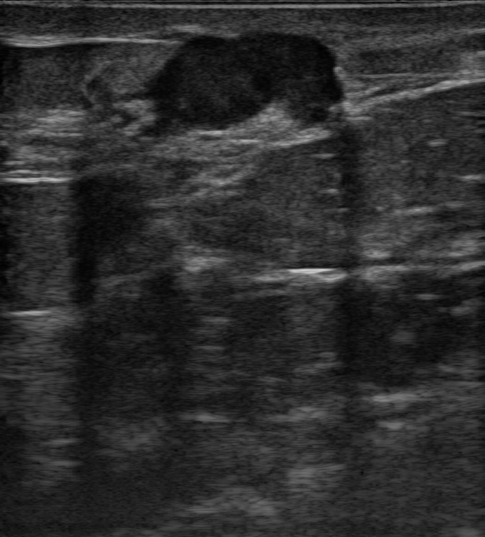
Imaging: breast ultrasound image. Background tissue composition: heterogeneous: predominantly fat.
Pixel coordinates (x1, y1, x2, y2): The finding is located within the bounding box [140, 30, 347, 135]. The finding is malignant on biopsy or follow-up.